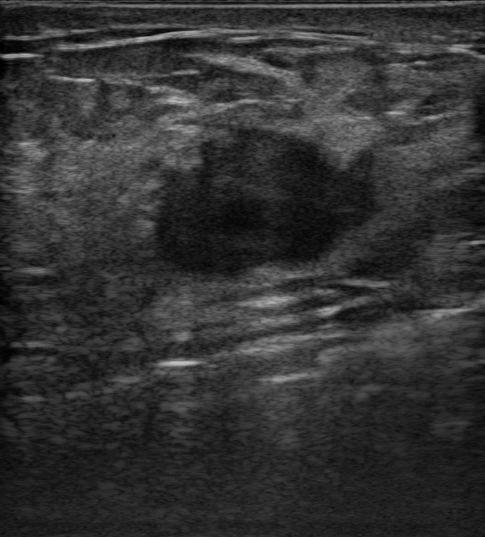
Modality: breast ultrasound.
Pixel coordinates (x1, y1, x2, y2): Segment the mass: bounding box 154 123 384 290. The mass is malignant on biopsy or follow-up. BI-RADS 4C.